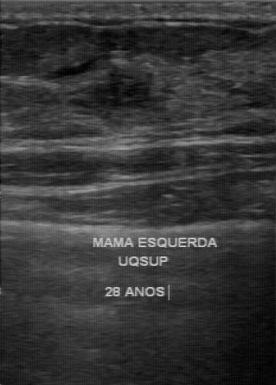
Breast ultrasound scan.
BI-RADS 4 in the original read; on a second read the margin is partially regular, the boundary somewhat unclear and the finding heterogeneous. There are no calcifications. Pathology confirmed benign fibroadenoma.